Breast ultrasound.
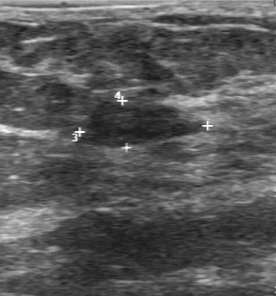
(coordinates in a 276x296 pixel frame) Lesion region of interest: (76, 100) to (207, 148). The mass is benign on biopsy or follow-up.